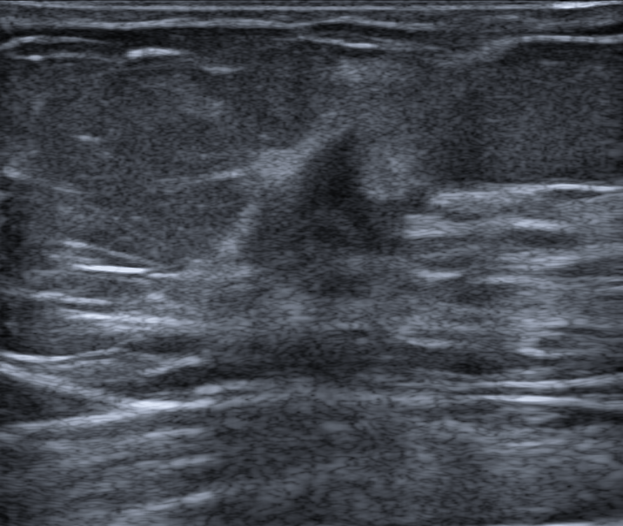
Imaging: breast ultrasound scan.
The mass is irregular and hypoechoic; its margin is not circumscribed (spiculated, angular, microlobulated and indistinct). There are no posterior acoustic features. BI-RADS assessment: 4C; biopsy or follow-up result: malignant. Radiologist's impression: Suspicion of malignancy. Histopathology: Invasive carcinoma of no special type (NST).